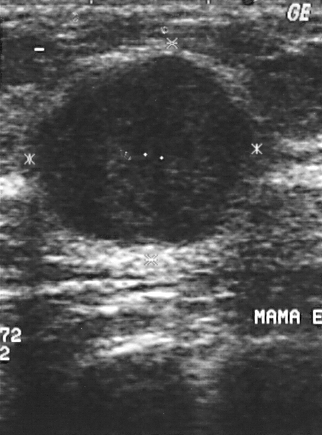
Modality: breast ultrasound scan. Acquired on GE Logiq 5 @10-12MHz.
A finding is seen. Assessment: BI-RADS 4. Pathology confirmed malignant invasive ductal carcinoma.